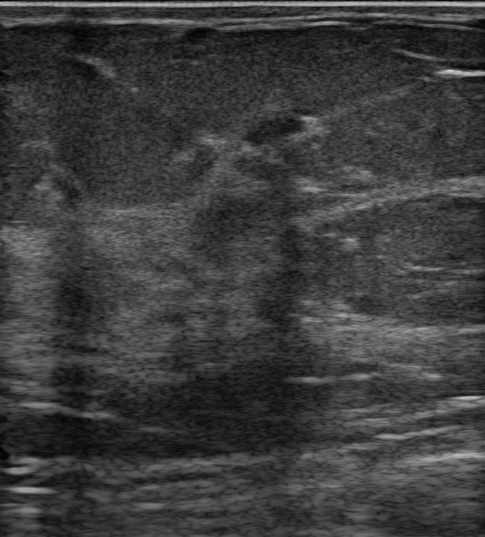
B-mode breast ultrasound.
Pixel coordinates (x1, y1, x2, y2): Breast lesion bounding box: 244 116 307 148. The breast lesion is benign on biopsy or follow-up. BI-RADS 3.